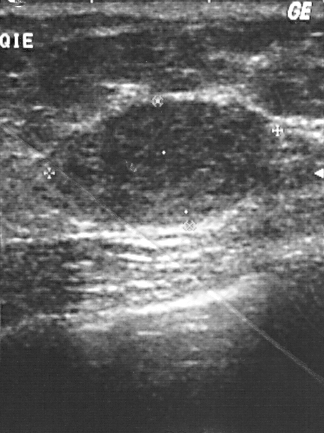
Breast sonogram.
(coordinates in a 324x433 pixel frame) Lesion region of interest: [48, 104, 270, 224].